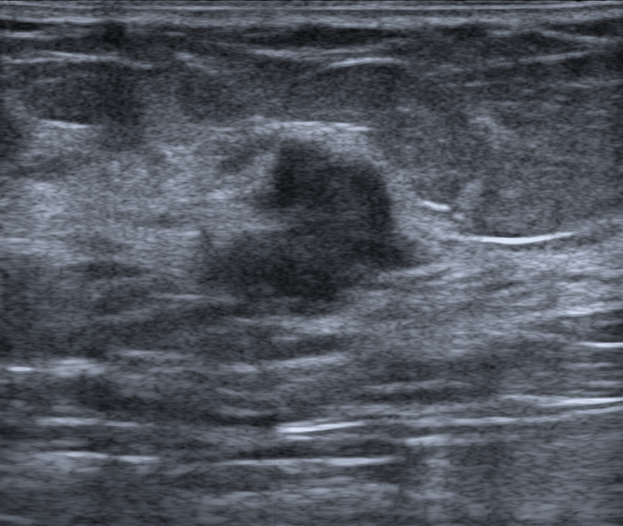
Breast US. Patient age: 66.
Shape: irregular.
Margins are not circumscribed, with spiculated and indistinct features.
Its echo pattern is hypoechoic.
There are no posterior acoustic features.
Echogenic halo: absent.
Calcifications: none.
No skin thickening is seen.
The finding is assessed as BI-RADS 4B.
This finding proved malignant on biopsy or follow-up.